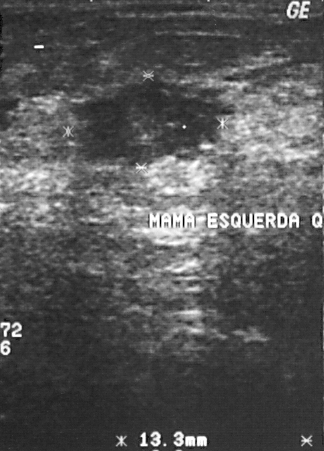
Imaging: breast ultrasound.
Breast lesion: malignant on biopsy or follow-up.